Acquired on GE Logiq 7 @10-14MHz. Modality: breast ultrasound image.
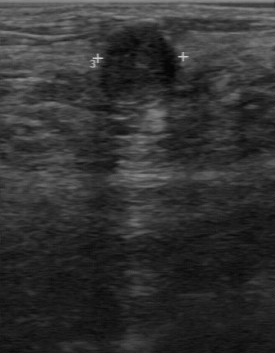
BI-RADS assessment: 4. Biopsy result: invasive ductal carcinoma. Outcome on biopsy or follow-up: malignant.
OUTCOME ON BIOPSY OR FOLLOW-UP: malignant.